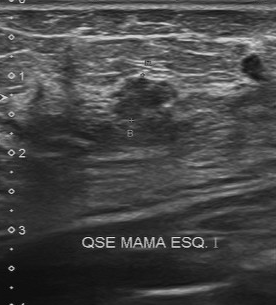
Imaging: breast US.
The lesion is benign on biopsy or follow-up. (BI-RADS category 4.)